Acquired on GE Logiq 7 @10-14MHz. Imaging: breast sonogram.
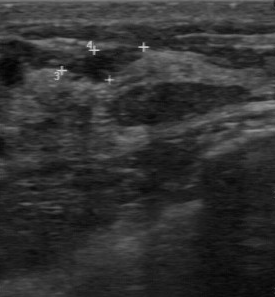
The internal echoes are slightly hypoechoic. Lesion margin is regular. There are no calcifications. Biopsy result: fibrocystic changes. Lesion boundary: fairly clear.